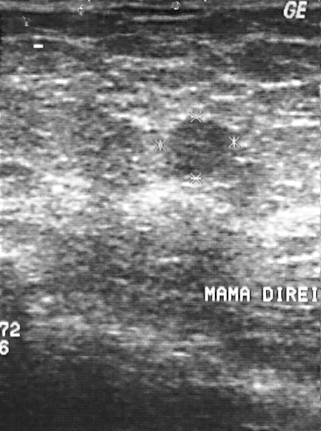
Breast ultrasound image.
BI-RADS assessment: 4.
Histopathology: fibroadenoma (benign).
Biopsy or follow-up result: benign.